Imaging: breast sonogram.
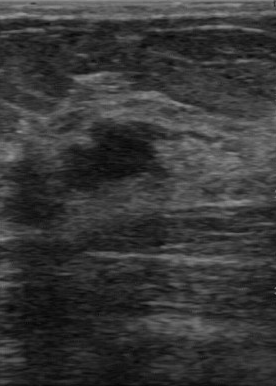
Calcifications are absent. Contour is partially regular. Echogenicity is hypoechoic. Boundary: somewhat unclear. Outcome on biopsy or follow-up: benign.